Imaging: breast US.
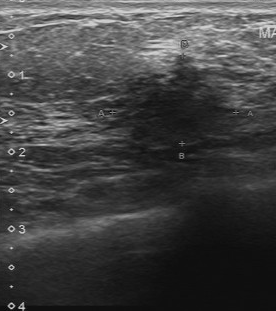
(coordinates in a 276x311 pixel frame) Segment the lesion: bounding box [112, 53, 239, 147]. BI-RADS 4.